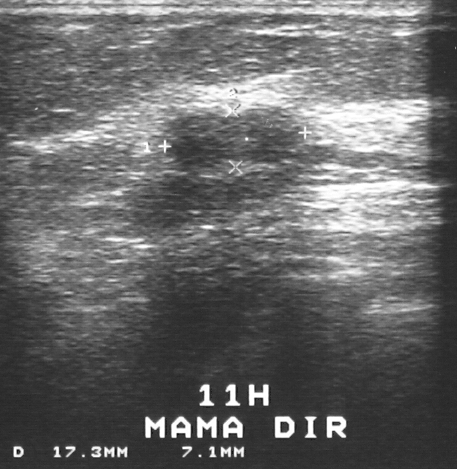
Breast ultrasound image. Acquired on GE Logiq 5 @10-12MHz.
A finding is seen. It was assessed as BI-RADS 3. Pathology confirmed benign fibroadenoma.